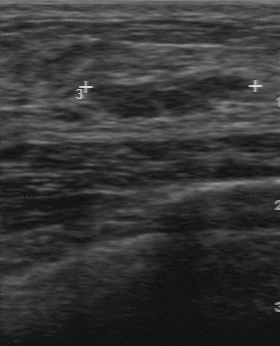
Breast US.
(coordinates in a 280x346 pixel frame) Lesion region of interest: x1=92, y1=74, x2=246, y2=119.